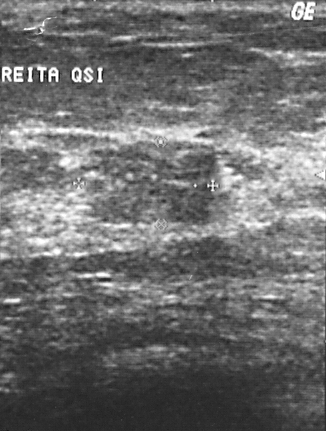
Breast ultrasound. Scanner: GE Logiq 5 @10-12MHz.
Mass: malignant on biopsy or follow-up.